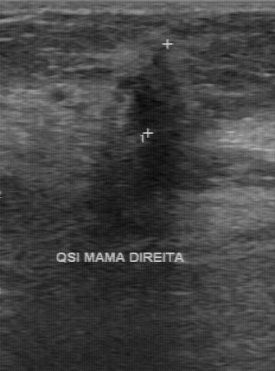
Breast sonogram.
- BI-RADS category: 4
- biopsy or follow-up result: malignant